Scanner: Toshiba Aplio 300 @12-14 MHz. Imaging: breast ultrasound scan.
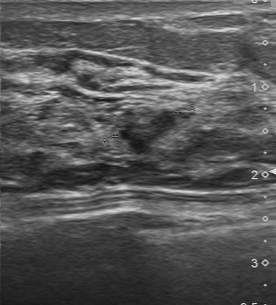
- pathology: invasive ductal carcinoma
- BI-RADS assessment: 4